Imaging: breast ultrasound.
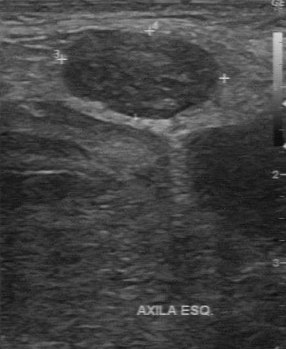
There are no calcifications. The confirmed outcome (biopsy or follow-up) is malignant. Echogenicity: heterogeneous. The margin is regular. Lesion boundary: clear.